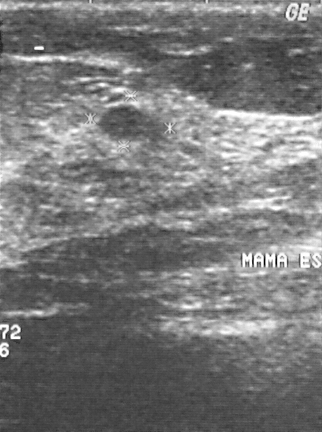
Acquired on GE Logiq 5 @10-12MHz. Modality: breast ultrasound.
Breast lesion: benign on biopsy or follow-up.